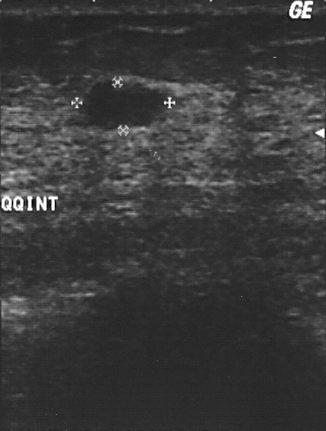
Scanner: GE Logiq 5 @10-12MHz. Breast ultrasound scan.
This breast ultrasound scan shows a finding. BI-RADS category 2. Pathology confirmed benign fibroadenoma.